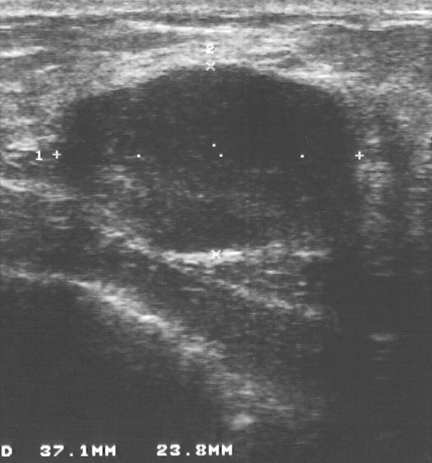
Modality: breast US.
Coordinates are pixels in the 432x463 image. The mass occupies approximately top-left (52, 66), bottom-right (355, 251). The mass is benign on biopsy or follow-up. BI-RADS 3.